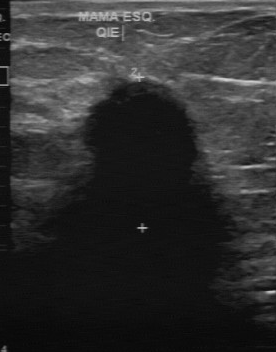
Breast sonogram.
BI-RADS 5 in the original read. On a second read by an independent reader: The margin is irregular. The lesion boundary is unclear. Internally the finding is hypoechoic. No calcifications are seen. Biopsy showed invasive ductal carcinoma, a malignant finding.